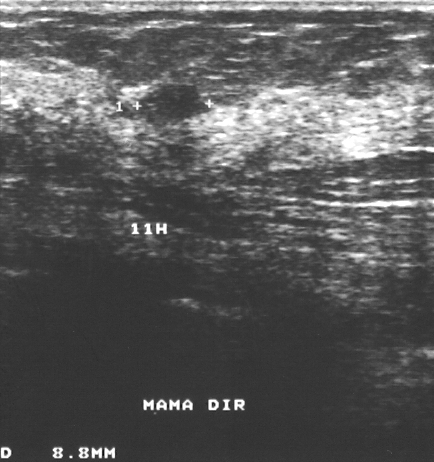
Breast sonogram.
(coordinates in a 434x462 pixel frame) Segment the breast lesion: bounding box (139,84)-(204,124). The breast lesion is benign on biopsy or follow-up. BI-RADS 3.